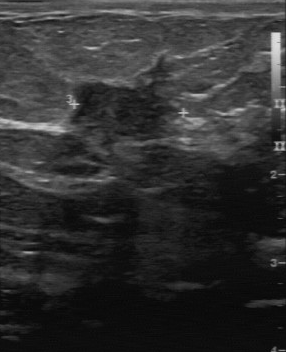
Modality: breast US. Scanner: GE Logiq 7 @10-14MHz.
Finding: lesion, malignant on biopsy or follow-up. BI-RADS 5.